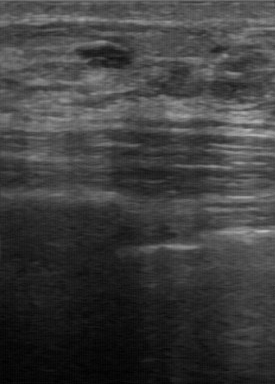
Acquired on GE Logiq 7 @10-14MHz. Imaging: breast ultrasound scan.
Margin is regular. The pathology is ductal hyperplasia. There are no calcifications. Boundary: clear. The echo pattern is hypoechoic.